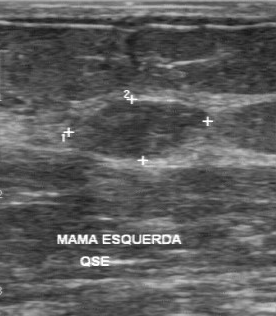
Modality: breast sonogram.
BI-RADS (first reader): 3. Calcifications: absent. Lesion boundary: clear. Internal echoes: hypoechoic. Second-reader BI-RADS: 3.